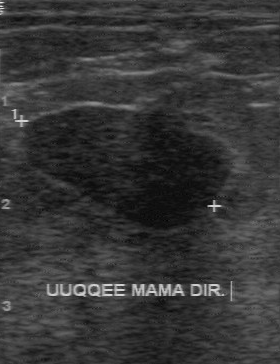
Modality: breast ultrasound image.
This breast ultrasound image shows a mass, benign on biopsy or follow-up.